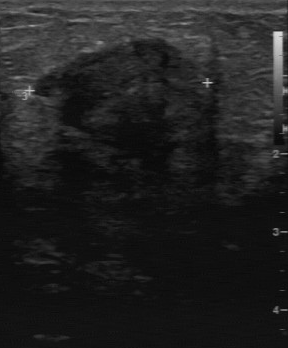
Acquired on GE Logiq 7 @10-14MHz. Breast ultrasound image.
Lesion region of interest: top-left (36, 37), bottom-right (213, 174).